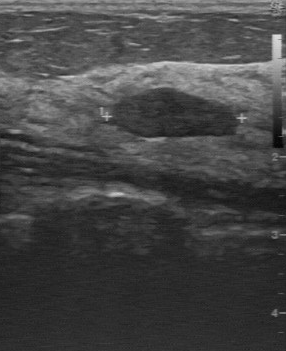
Scanner: GE Logiq 7 @10-14MHz. Breast ultrasound.
Boundary is clear. The contour is regular. Calcifications are absent. Internal echoes are slightly hypoechoic. The outcome on biopsy or follow-up is benign.